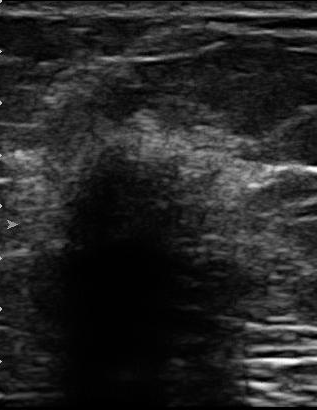
Modality: B-mode breast ultrasound.
Original-read BI-RADS category: 5. The following findings are from a second reader, independent of the original assessment. The margin is irregular. The lesion boundary is unclear. The breast lesion is hypoechoic. No calcifications are seen. The biopsy result was invasive ductal carcinoma; the breast lesion is malignant.